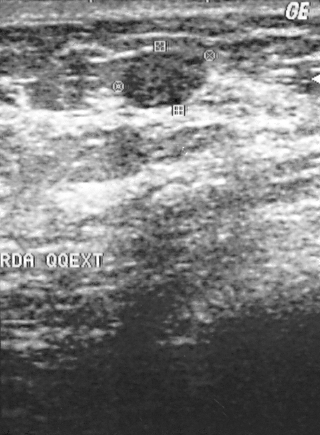
Modality: breast ultrasound scan. Acquired on GE Logiq 5 @10-12MHz.
This breast ultrasound scan shows a breast lesion. It was assessed as BI-RADS 2. Histopathology: fibroadenoma (benign).